Acquired on GE Logiq 7 @10-14MHz. Modality: breast ultrasound scan.
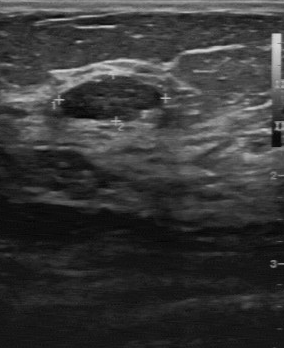
The mass is located within the bounding box (59, 75) to (167, 121). BI-RADS 3.